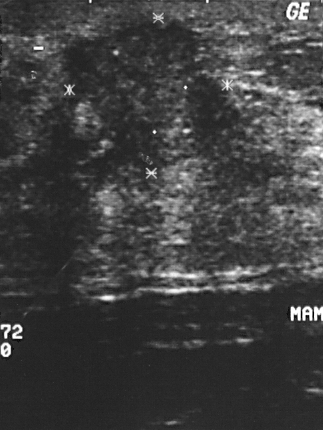
Modality: breast ultrasound scan.
A mass is present on this breast ultrasound scan. Assessment: BI-RADS 4. Pathology confirmed malignant invasive ductal carcinoma.